Breast ultrasound scan.
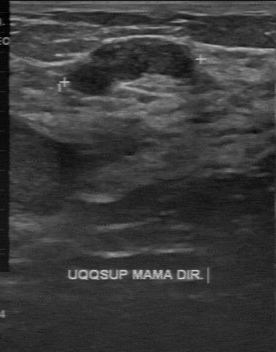
FINDINGS: Breast ultrasound scan. Echogenicity: hypoechoic. Confirmed outcome (biopsy or follow-up): benign. Margin: partially regular. Calcifications: absent. Lesion boundary: fairly clear.